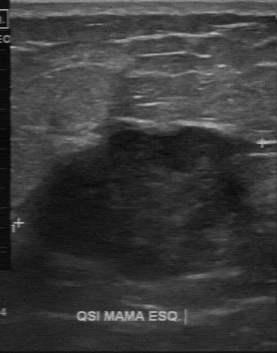
Acquired on GE Logiq 7 @10-14MHz. Modality: breast ultrasound scan.
BI-RADS 4 in the original read; on a second read the margin is partially regular, the boundary somewhat unclear and the mass hypoechoic. There are no calcifications. Biopsy showed invasive ductal carcinoma, a malignant finding.